Breast US.
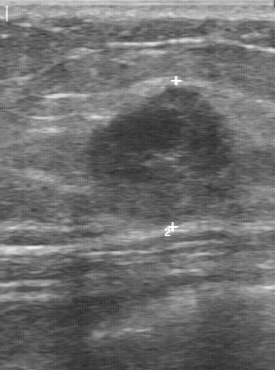
Biopsy or follow-up result: malignant.